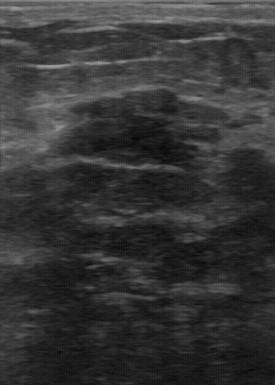
Imaging: B-mode breast ultrasound.
Biopsy or follow-up result: benign.